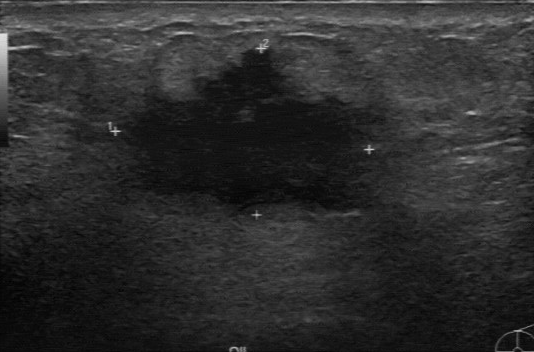
Breast ultrasound.
Echogenicity: hypoechoic. BI-RADS on independent re-read: 4B. BI-RADS (first reader) is 4.